Modality: breast US.
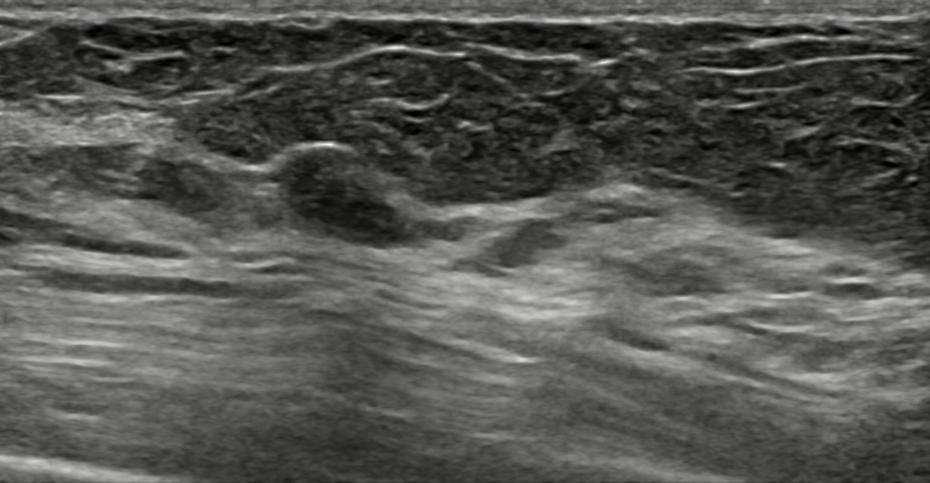
Lesion: benign on biopsy or follow-up.